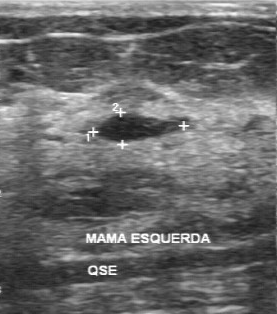
Imaging: breast ultrasound scan.
Echogenicity is hypoechoic. No calcifications are seen. Boundary is clear. Contour is regular.